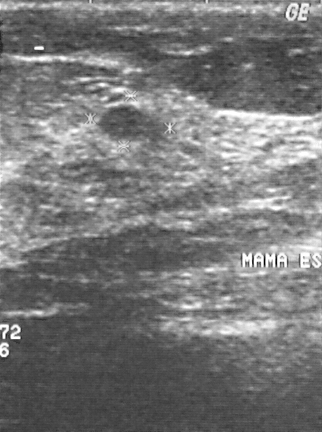
Breast sonogram.
This breast sonogram shows a mass. BI-RADS category 2. Biopsy showed fibroadenoma, a benign finding.